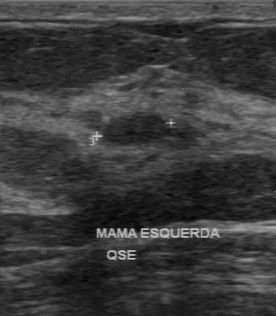
Imaging: breast ultrasound image.
Coordinates are pixels in the 276x316 image. Segment the finding: bounding box (102, 115) to (170, 145).